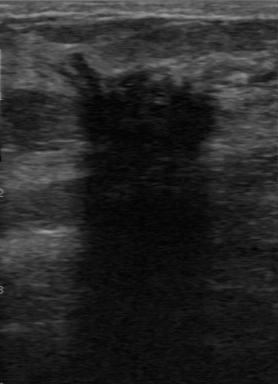
Imaging: breast ultrasound scan. Acquired on GE Logiq 7 @10-14MHz.
A lesion is seen with BI-RADS on independent re-read: 5.